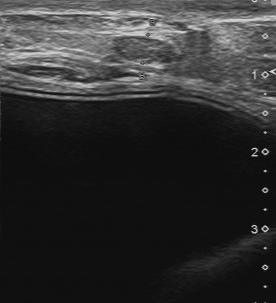
Imaging: breast ultrasound.
The lesion was categorized BI-RADS 4 in the original read. Findings on the second read (an independent reader): a slightly hypoechoic lesion, margin regular, boundary clear. No calcifications are seen. The biopsy result was hamartoma; the lesion is benign.